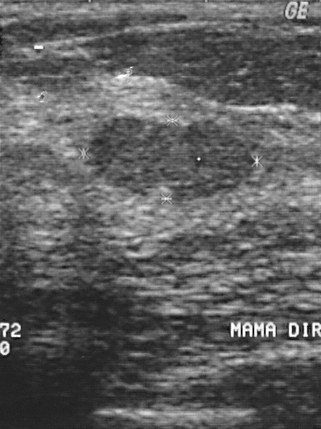
Imaging: B-mode breast ultrasound.
(coordinates in a 321x429 pixel frame) Lesion region of interest: x1=90, y1=119, x2=252, y2=198. The mass is benign on biopsy or follow-up.